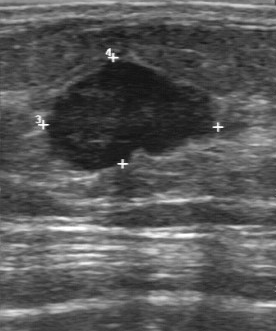
Breast ultrasound image.
The finding was categorized BI-RADS 4 in the original read.
The following findings are from a second reader, independent of the original assessment.
The finding has a partially regular margin.
Its boundary is fairly clear.
The finding is hypoechoic.
No calcifications are seen.
Histopathology: invasive ductal carcinoma (malignant).